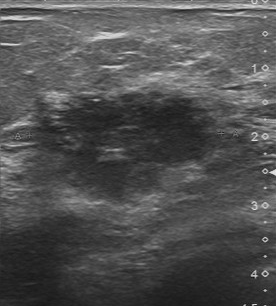
Acquired on Toshiba Aplio 300 @12-14 MHz. Imaging: B-mode breast ultrasound.
The internal echoes are slightly hypoechoic. The lesion boundary is unclear. Margin: irregular. The calcifications are suspected.